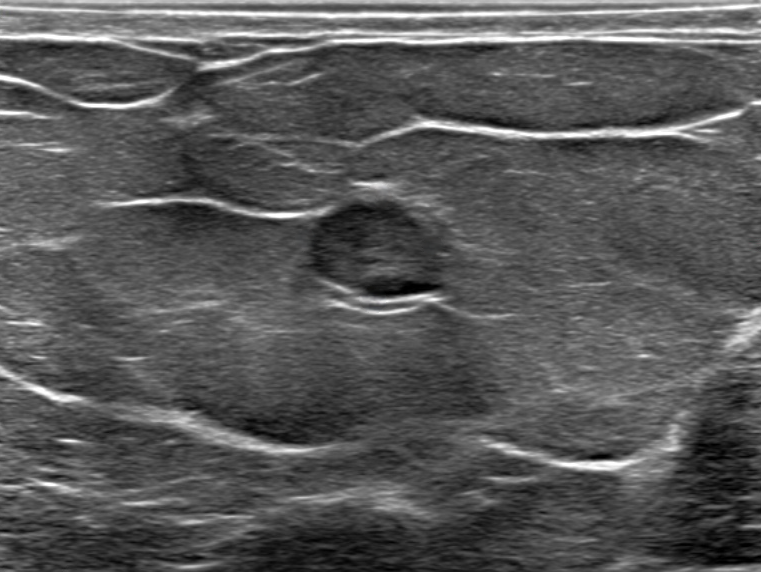
Modality: breast ultrasound scan.
Breast ultrasound scan findings:
- confirmed outcome (biopsy or follow-up): benign
- borders: not circumscribed - indistinct
- BI-RADS assessment: 4B
- calcifications: none
- skin thickening: none
- shape: oval
- biopsy result: Intramammary lymph node
- echogenic halo: absent